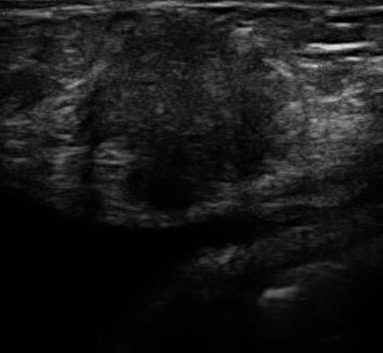
Modality: B-mode breast ultrasound.
Outcome on biopsy or follow-up: malignant.